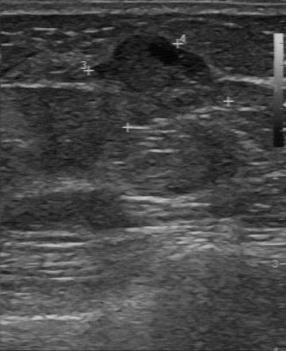
Acquired on GE Logiq 7 @10-14MHz. Imaging: breast ultrasound.
BI-RADS 4 in the original read. On a second, independent read, a finding with a partially regular margin and a somewhat unclear boundary is seen; it is slightly hypoechoic. No calcifications are seen. The biopsy result was mucinous carcinoma; the finding is malignant.